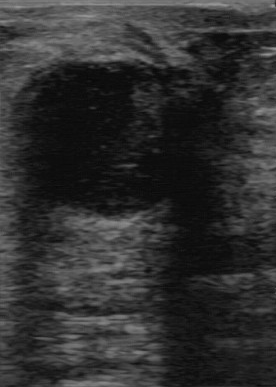
Breast sonogram. Acquired on GE Logiq 7 @10-14MHz.
Calcifications are absent. Echogenicity is hypoechoic. Confirmed outcome (biopsy or follow-up) is benign. Lesion boundary: clear. Contour is regular.